Imaging: breast ultrasound image.
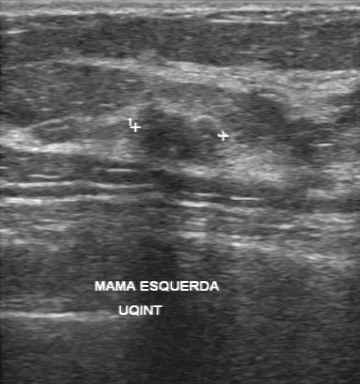
The lesion was assessed as BI-RADS 4 by the original reader. On a second, independent read, a lesion with a partially regular margin and a fairly clear boundary is seen; it is slightly hypoechoic. Calcifications: suspected. Histopathology: fibroadenoma (benign).